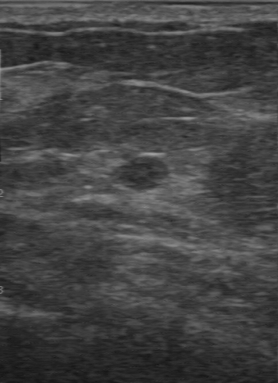
Imaging: breast ultrasound scan.
The mass was categorized BI-RADS 3 in the original read. On a second read by an independent reader: Margin: regular. Boundary: fairly clear. Internally the mass is hypoechoic. There are no calcifications. Histopathology: invasive ductal carcinoma (malignant).